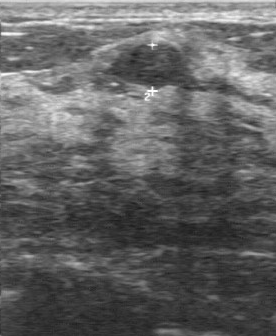
Modality: breast ultrasound.
Breast ultrasound findings:
- BI-RADS (first reader): 2
- BI-RADS (second read): 3